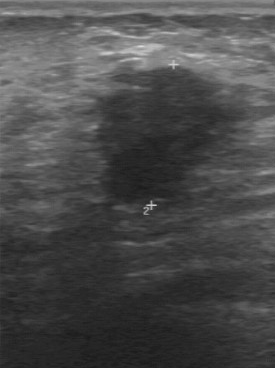
Imaging: breast ultrasound.
(coordinates in a 275x368 pixel frame) Segment the finding: bounding box top-left (95, 66), bottom-right (232, 205). BI-RADS 4.